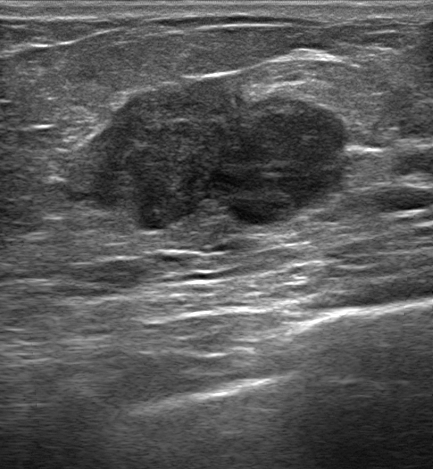
Imaging: breast ultrasound.
Finding bounding box: (59, 73) to (350, 238). The finding is malignant on biopsy or follow-up.